Modality: breast sonogram. Scanner: GE Logiq 7 @10-14MHz.
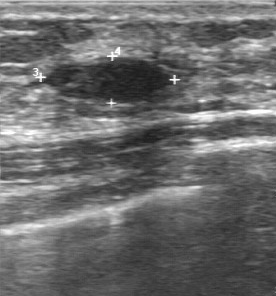
- outcome on biopsy or follow-up: benign
- BI-RADS on independent re-read: 3
- calcifications: none